B-mode breast ultrasound.
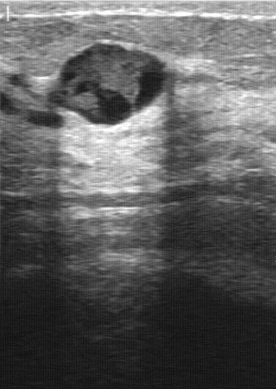
BI-RADS is 4. Outcome on biopsy or follow-up is benign.